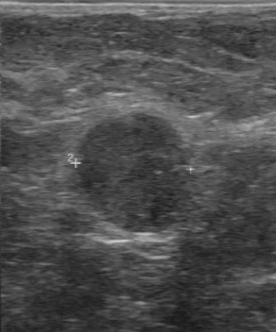
Imaging: breast sonogram.
A breast lesion is seen with outcome on biopsy or follow-up: malignant, slightly hypoechoic internal echoes, calcifications: none, regular margin, fairly clear boundary.